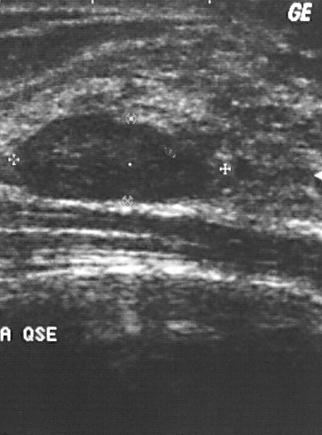
Scanner: GE Logiq 5 @10-12MHz. Imaging: breast ultrasound scan.
Finding: mass, benign on biopsy or follow-up.